Imaging: breast US.
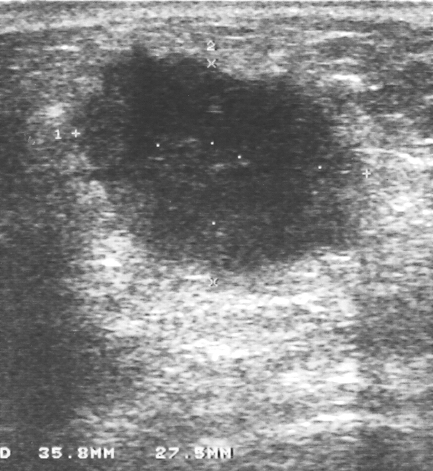
FINDINGS: BI-RADS category: 4. Biopsy result: invasive lobular carcinoma.
OUTCOME ON BIOPSY OR FOLLOW-UP: malignant.